Modality: B-mode breast ultrasound.
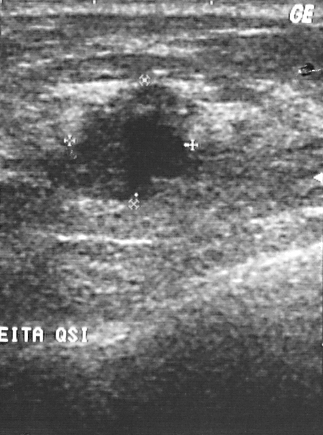
Histopathology: invasive ductal carcinoma.
The lesion is assessed as BI-RADS 4.
Biopsy or follow-up result: malignant.